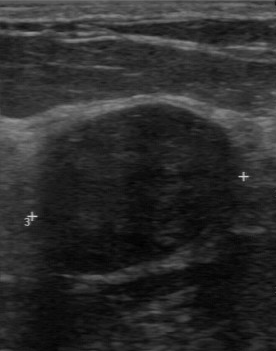
B-mode breast ultrasound.
Calcifications are absent. Margin: regular. The BI-RADS on independent re-read is 3.